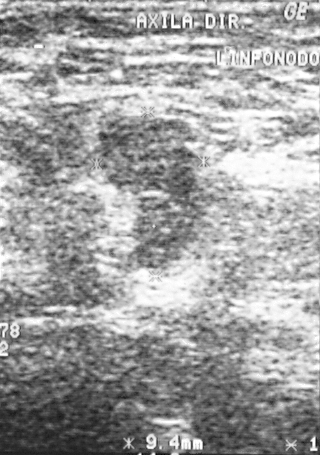
B-mode breast ultrasound. Scanner: GE Logiq 5 @10-12MHz.
Coordinates are pixels in the 320x455 image. The mass is located within the bounding box [88, 108, 213, 274]. BI-RADS 5.